Modality: breast sonogram.
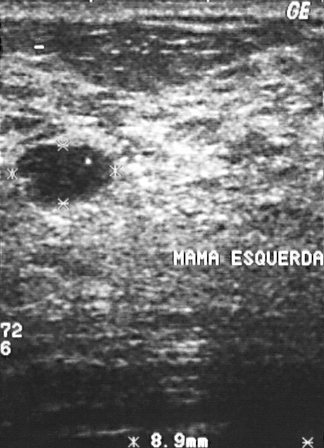
Segment the mass: bounding box top-left (16, 145), bottom-right (112, 207). The mass is benign on biopsy or follow-up.